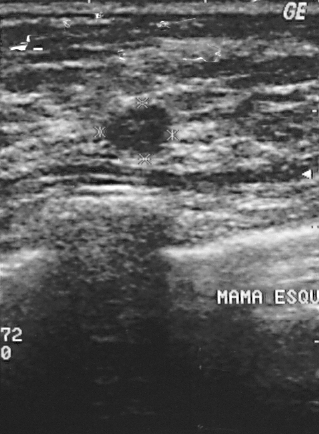
Imaging: breast US.
A breast lesion is present on this breast US. It was assessed as BI-RADS 2. Biopsy showed fibroadenoma, a benign finding.